Imaging: breast ultrasound. Patient age: 46.
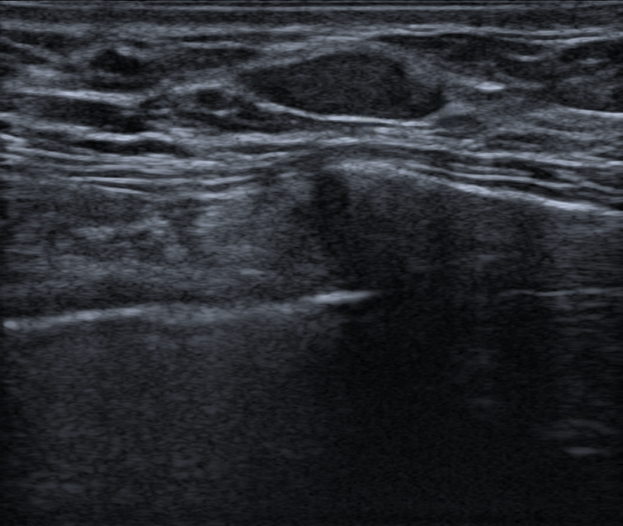
This breast ultrasound shows a mass with biopsy or follow-up result: benign, echogenic halo: none, BI-RADS assessment: 3, radiologic interpretation: Fibroadenoma, hypoechoic echogenicity, circumscribed lesion margin, oval shape, calcifications: none, skin thickening: none, posterior acoustic features: none.